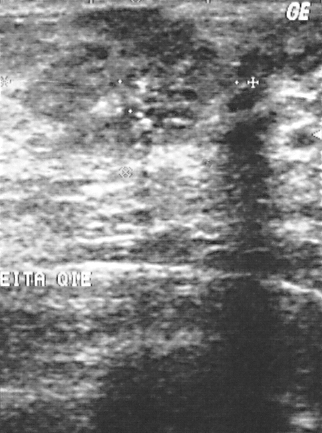
Modality: breast ultrasound scan.
This breast ultrasound scan shows a lesion. BI-RADS category 4. The biopsy result was invasive ductal carcinoma; the lesion is malignant.